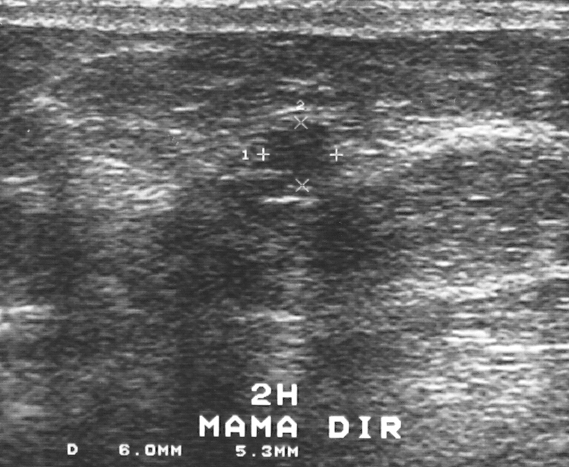
Modality: breast ultrasound scan. Acquired on GE Logiq 5 @10-12MHz.
Pixel coordinates (x1, y1, x2, y2): The mass is located within the bounding box [266, 121, 330, 182]. The mass is benign on biopsy or follow-up.